Imaging: breast ultrasound scan.
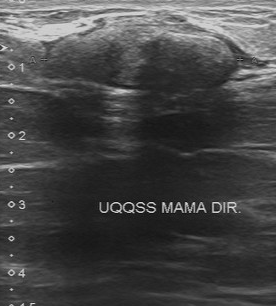
The original reader assigned BI-RADS 4. On a second read by an independent reader: Calcifications: none. Boundary: clear. The breast lesion has a regular margin. Echo pattern: slightly hypoechoic. Biopsy showed cyst, a benign finding.